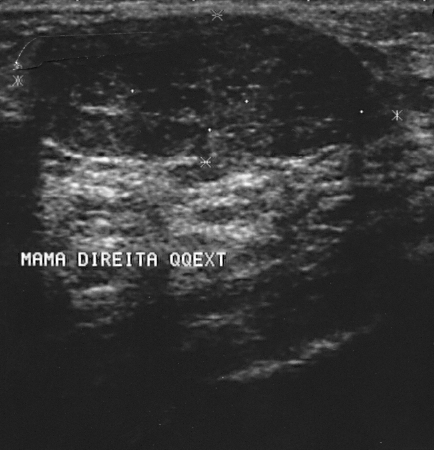
Imaging: breast ultrasound scan.
A lesion is seen. It was assessed as BI-RADS 2. Pathology confirmed benign fibroadenoma.